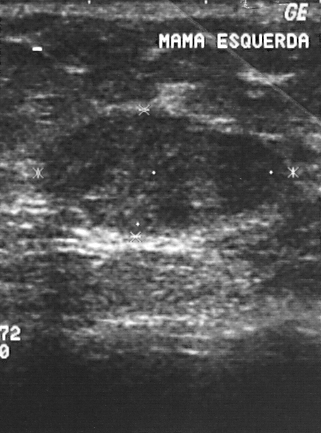
Breast ultrasound.
This breast ultrasound shows a finding. It was assessed as BI-RADS 2. The biopsy result was fibroadenoma; the finding is benign.